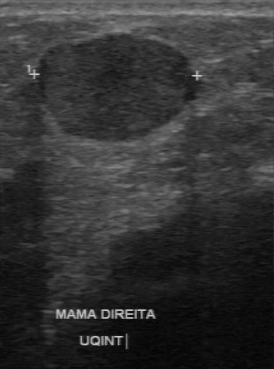
Breast ultrasound image.
- echogenicity: hypoechoic
- lesion boundary: clear
- outcome on biopsy or follow-up: malignant
- margin: regular
- calcifications: none